Modality: B-mode breast ultrasound.
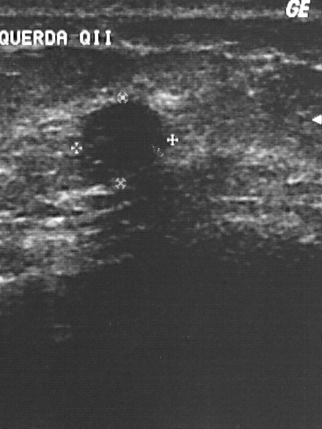
This finding proved benign on biopsy or follow-up. Biopsy showed fibroadenoma. The finding is assessed as BI-RADS 2.